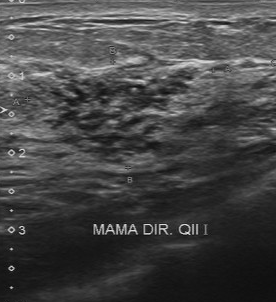
Modality: breast ultrasound scan. Scanner: Toshiba Aplio 300 @12-14 MHz.
This breast ultrasound scan shows a finding, benign on biopsy or follow-up.